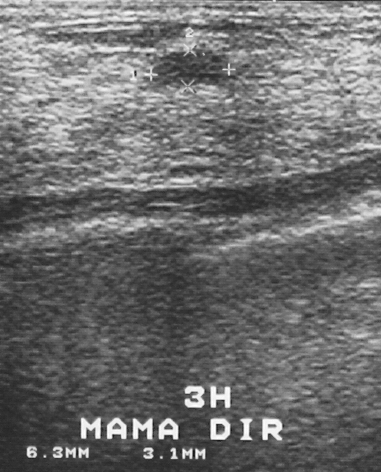
Imaging: B-mode breast ultrasound.
Pixel coordinates (x1, y1, x2, y2): Lesion region of interest: 152 49 224 86. The lesion is benign on biopsy or follow-up.